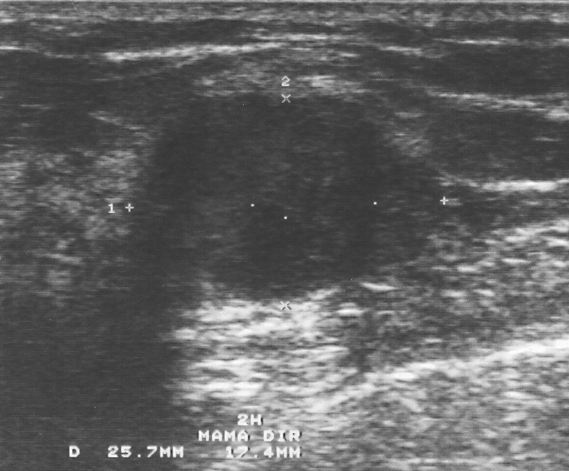
Imaging: breast sonogram.
Outcome on biopsy or follow-up: benign.